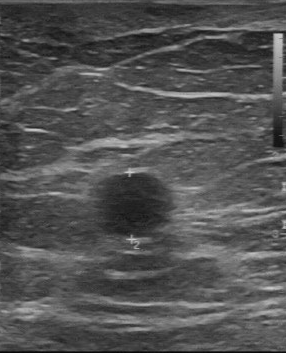
Imaging: breast sonogram. Scanner: GE Logiq 7 @10-14MHz.
(coordinates in a 286x353 pixel frame) Finding bounding box: 96 174 166 235. The finding is benign on biopsy or follow-up.